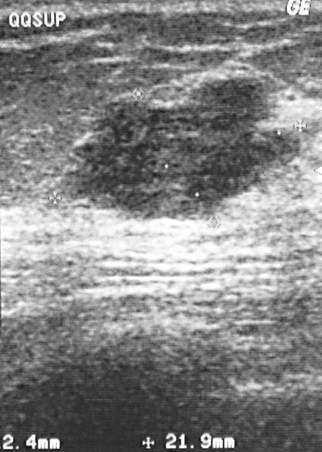
Breast ultrasound.
A breast lesion is seen. Assessment: BI-RADS 4. Histopathology: invasive ductal carcinoma (malignant).